Modality: breast US.
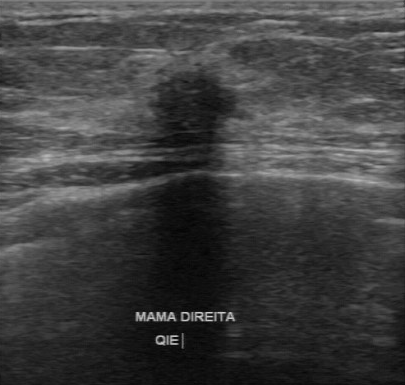
Biopsy or follow-up result: malignant. BI-RADS 4.